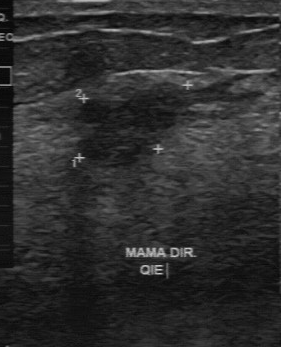
Imaging: breast ultrasound image.
The breast lesion was assessed as BI-RADS 4 by the original reader.
A second, independent read describes the breast lesion as follows.
Margin: irregular.
Boundary: unclear.
Echo pattern: slightly hypoechoic.
Calcifications: none.
Histopathology: intraductal papilloma (benign).